Modality: breast ultrasound image. Scanner: GE Logiq 5 @10-12MHz.
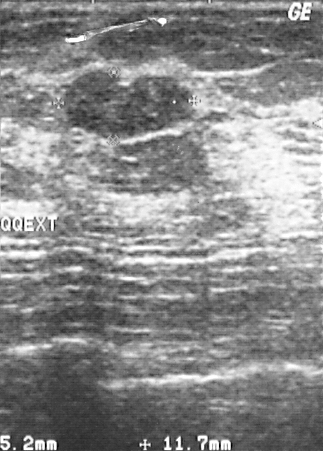
Biopsy or follow-up result: benign. BI-RADS category 2. Pathology confirmed fibroadenoma.